Breast ultrasound scan.
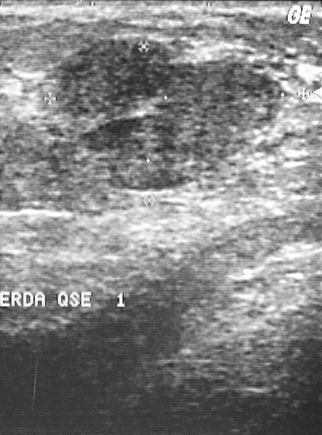
The biopsy result was fibroadenoma; the finding is benign. Assigned BI-RADS 2.